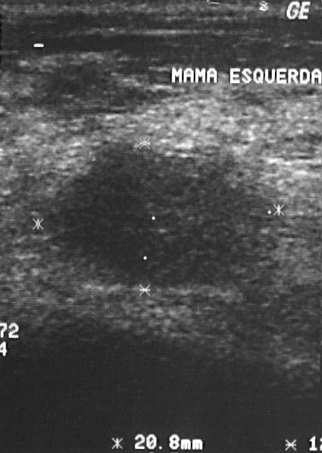
Modality: B-mode breast ultrasound.
A mass is present on this B-mode breast ultrasound. Assessment: BI-RADS 4. The biopsy result was invasive ductal carcinoma; the mass is malignant.